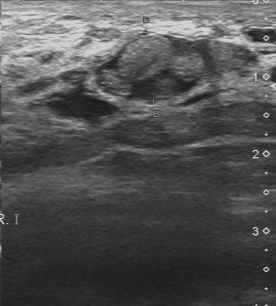
Breast sonogram.
A breast lesion is seen with BI-RADS assessment: 4.